Scanner: GE Logiq 5 @10-12MHz. Modality: B-mode breast ultrasound.
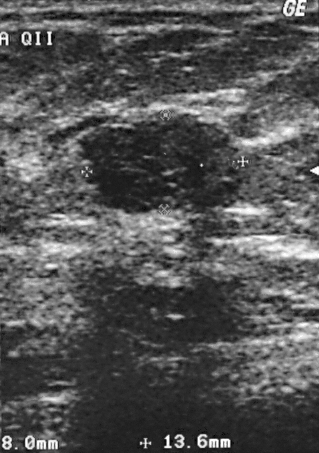
A lesion is seen. BI-RADS category 4. The biopsy result was fibroadenoma; the lesion is benign.